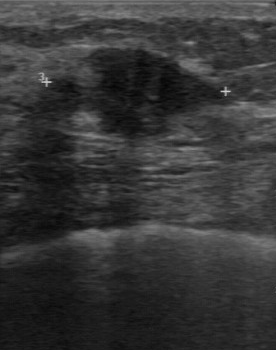
Imaging: breast ultrasound.
(coordinates in a 276x350 pixel frame) Mass bounding box: [48, 49, 227, 137].